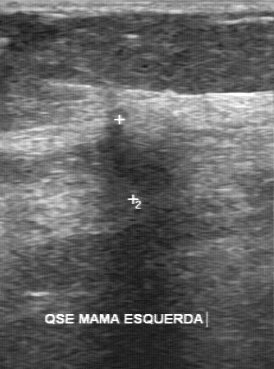
Imaging: breast US.
The mass demonstrates irregular margin, hypoechoic echo pattern, unclear boundary, calcifications: none.